Imaging: breast sonogram.
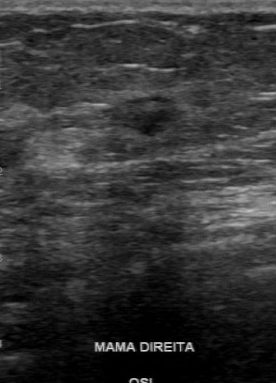
Breast sonogram findings:
- outcome on biopsy or follow-up: malignant
- BI-RADS assessment: 4
- pathology: invasive ductal carcinoma